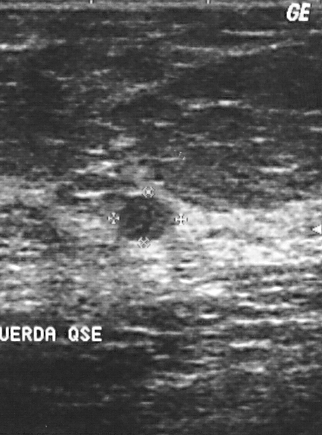
Modality: breast ultrasound image.
This breast ultrasound image shows a breast lesion. It was assessed as BI-RADS 2. The biopsy result was sclerosing adenosis; the breast lesion is benign.